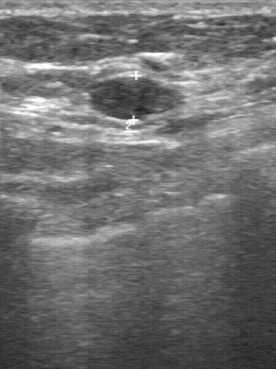
Imaging: B-mode breast ultrasound.
- lesion margin: regular
- echo pattern: slightly hypoechoic
- calcifications: none
- boundary: clear